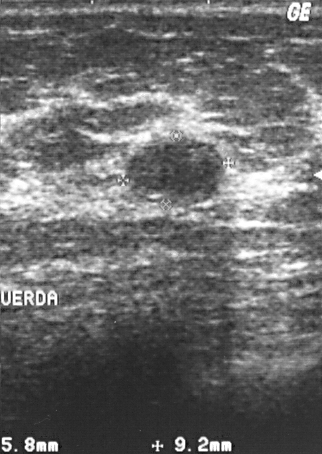
B-mode breast ultrasound.
The breast lesion is benign on biopsy or follow-up.